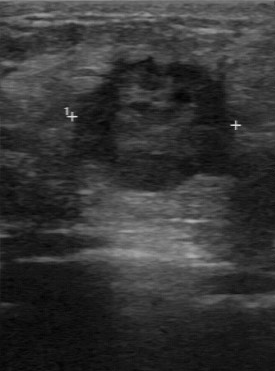
Modality: breast ultrasound scan.
BI-RADS is 4. Biopsy result is invasive ductal carcinoma. Biopsy or follow-up result: malignant.